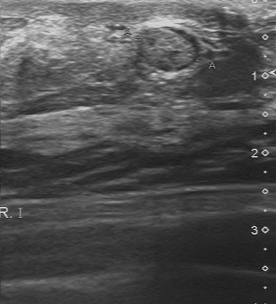
Modality: breast ultrasound.
A lesion is seen with isoechoic internal echoes, second-reader BI-RADS: 4A, clear lesion boundary, regular contour.